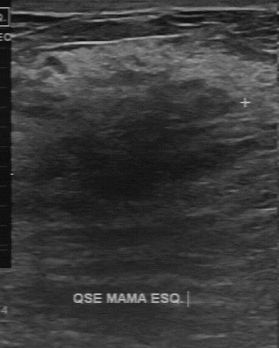
Breast US.
Contour: irregular. Internal echoes: slightly hypoechoic. Lesion boundary: unclear. Calcifications: none.
OUTCOME ON BIOPSY OR FOLLOW-UP: benign.